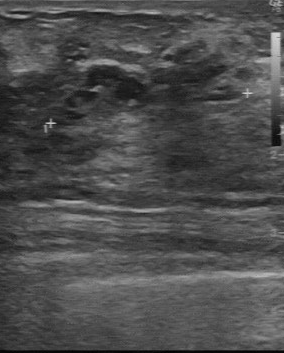
Imaging: breast sonogram.
The original reader assigned BI-RADS 3. Descriptors from an independent second read (not the reader who assigned the category): The lesion boundary is unclear. The finding has an irregular margin. There are no calcifications. The finding has a mixed cystic and solid echo pattern. The biopsy result was hyperplasia; the finding is benign.